Modality: breast US. Acquired on GE Logiq 5 @10-12MHz.
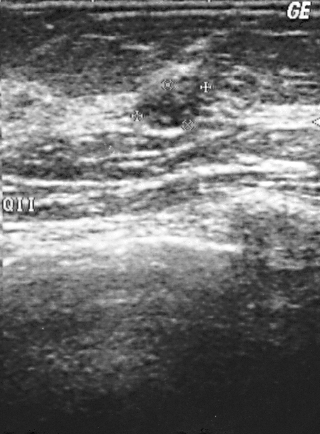
The lesion occupies approximately (136, 78) to (199, 128).